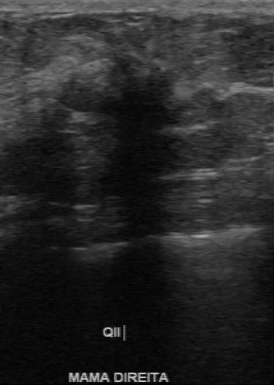
Breast sonogram. Scanner: GE Logiq 7 @10-14MHz.
This breast sonogram shows a finding with pathology: invasive ductal carcinoma, BI-RADS category: 4.